Imaging: breast ultrasound.
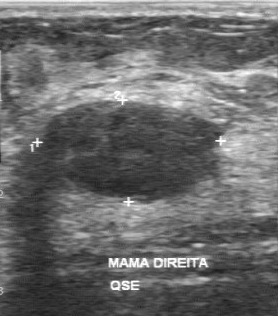
This breast ultrasound shows a mass with BI-RADS: 3, histopathology: fibroadenoma.